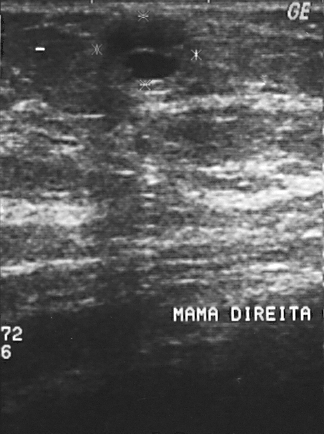
Modality: breast ultrasound scan.
Pathology confirmed cyst. The finding is benign on biopsy or follow-up. BI-RADS assessment: 2.